Imaging: breast sonogram.
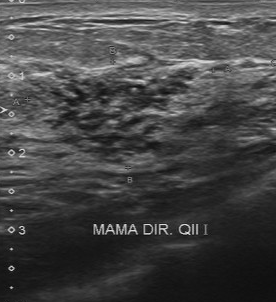
The breast lesion was assessed as BI-RADS 5 by the original reader. The following findings are from a second reader, independent of the original assessment. Margin: partially regular. There are multiple calcifications. The lesion boundary is fairly clear. The biopsy result was hyperplasia; the breast lesion is benign.